B-mode breast ultrasound.
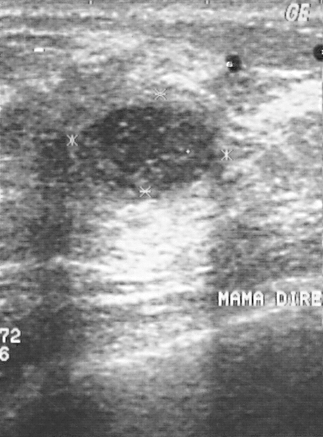
Biopsy or follow-up result: benign.